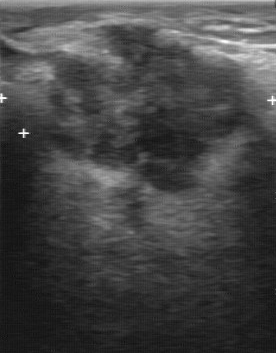
Scanner: GE Logiq 7 @10-14MHz. Imaging: breast sonogram.
The lesion demonstrates BI-RADS category: 4, biopsy result: invasive ductal carcinoma.